Imaging: breast US.
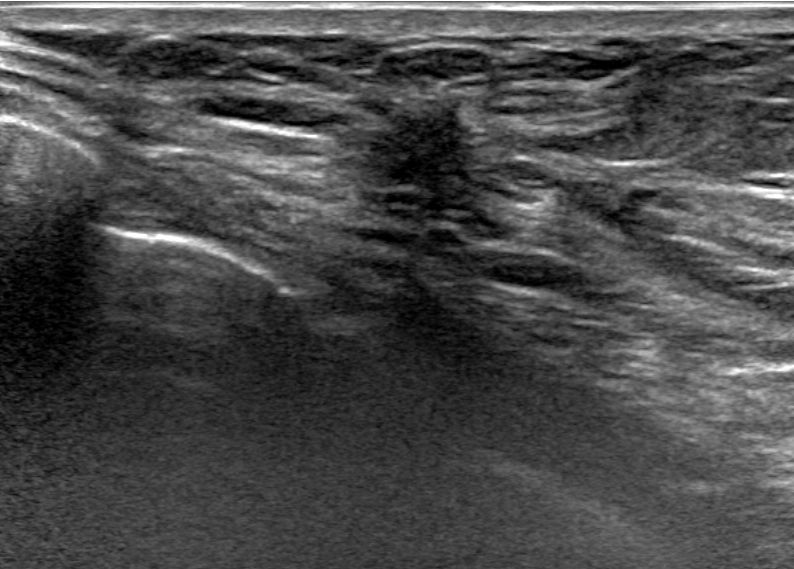
An irregular, hypoechoic breast lesion with non-circumscribed (spiculated, angular and indistinct) margins is seen. There is posterior acoustic shadowing. Echogenic halo: absent. BI-RADS 5; malignant on biopsy or follow-up. Histopathology: Invasive carcinoma of no special type (NST).